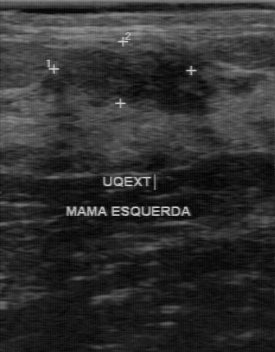
Imaging: breast ultrasound scan.
Coordinates are pixels in the 275x352 image. The breast lesion occupies approximately 58 48 208 113. BI-RADS 2.